Modality: breast ultrasound scan.
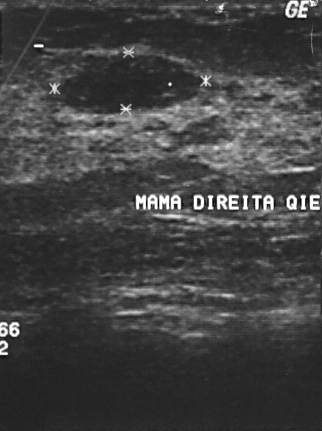
This breast ultrasound scan shows a finding. It was assessed as BI-RADS 2. Histopathology: fibroadenoma (benign).